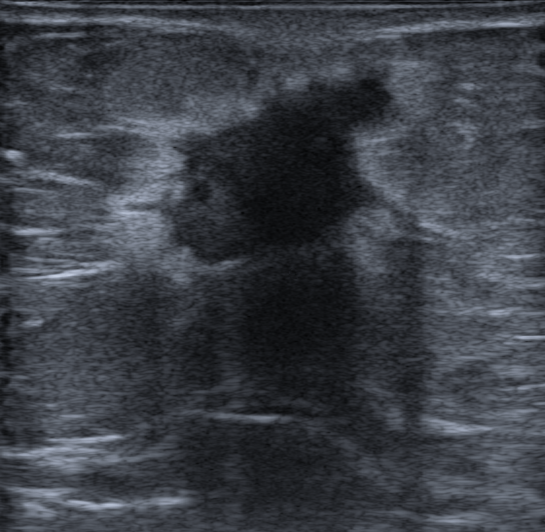
Modality: breast US.
It has an irregular shape. Margins are not circumscribed, with spiculated, angular, microlobulated and indistinct features. The mass is hypoechoic. There is posterior acoustic shadowing. Echogenic halo: present. No calcifications are seen. Skin thickening: present. Outcome on biopsy or follow-up: malignant. Assigned BI-RADS 5. Biopsy confirmed invasive carcinoma of no special type (NST). Radiologic interpretation: Suspicion of malignancy.